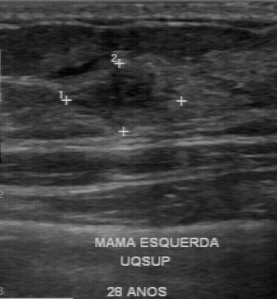
Acquired on GE Logiq 7 @10-14MHz. Modality: breast ultrasound image.
The original reader assigned BI-RADS 4. A second reader, independent of the original assessment, describes a hypoechoic finding with a partially regular margin; the boundary is somewhat unclear. No calcifications are seen. Pathology confirmed benign sclerosing adenosis.